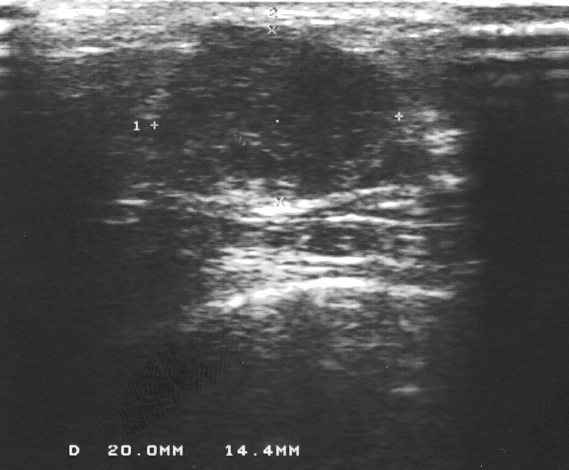
Imaging: breast ultrasound image. Scanner: GE Logiq 5 @10-12MHz.
Pixel coordinates (x1, y1, x2, y2): The breast lesion is located within the bounding box [155, 41, 431, 198]. The breast lesion is benign on biopsy or follow-up.